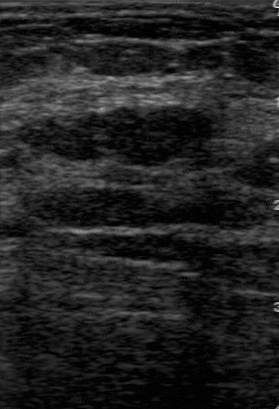
Scanner: GE Logiq 7 @10-14MHz. Breast sonogram.
- echo pattern: hypoechoic
- lesion boundary: clear
- calcifications: none
- contour: regular
- outcome on biopsy or follow-up: benign
- biopsy result: fibroadenoma